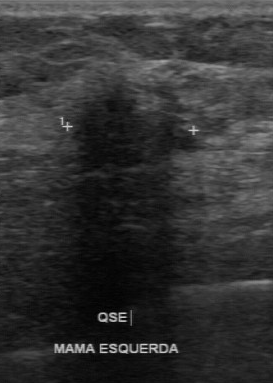
Breast ultrasound scan. Acquired on GE Logiq 7 @10-14MHz.
The lesion was assessed as BI-RADS 4 by the original reader. Findings on the second read (an independent reader): a hypoechoic lesion, margin irregular, boundary unclear. The biopsy result was invasive lobular carcinoma; the lesion is malignant.